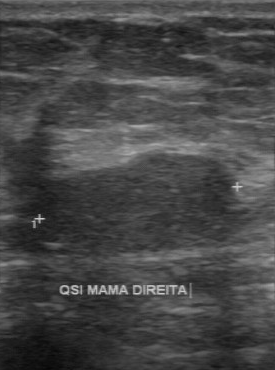
Modality: breast sonogram.
This breast sonogram shows a finding, benign on biopsy or follow-up. BI-RADS 3.